Imaging: breast ultrasound image.
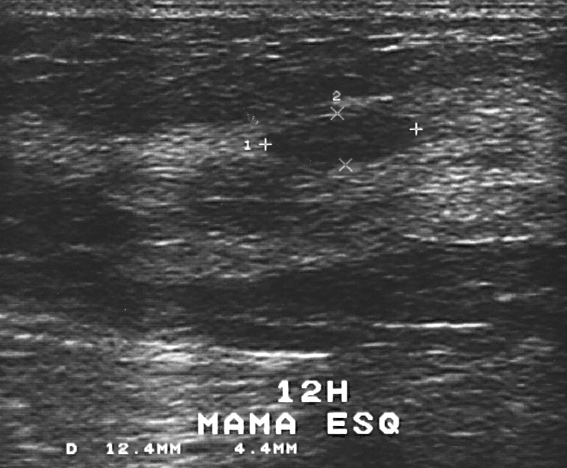
Lesion: benign on biopsy or follow-up.